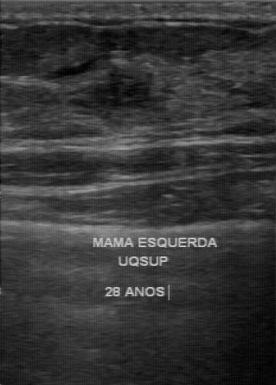
Imaging: breast ultrasound scan.
- BI-RADS (second read): 3
- histopathology: fibroadenoma
- calcifications: none